Imaging: breast ultrasound image.
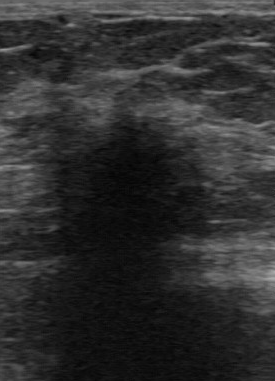
BI-RADS 5 in the original read. A second reader, independent of the original assessment, describes a hypoechoic finding with an irregular margin; the boundary is unclear. Pathology confirmed malignant invasive ductal carcinoma.